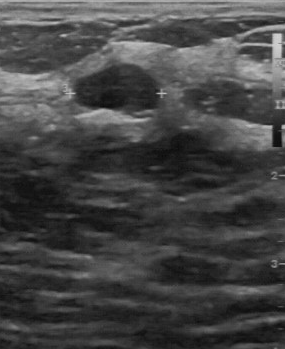
Imaging: breast sonogram.
Lesion characteristics:
- pathology: cyst
- boundary: clear
- margin: regular
- internal echoes: hypoechoic
- calcifications: none